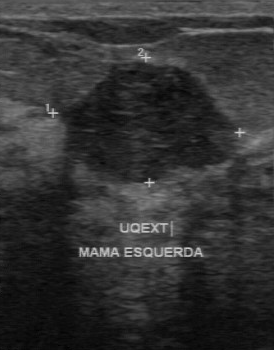
Imaging: B-mode breast ultrasound. Acquired on GE Logiq 7 @10-14MHz.
The outcome on biopsy or follow-up is benign. BI-RADS category is 3. The biopsy result is fibroadenoma.